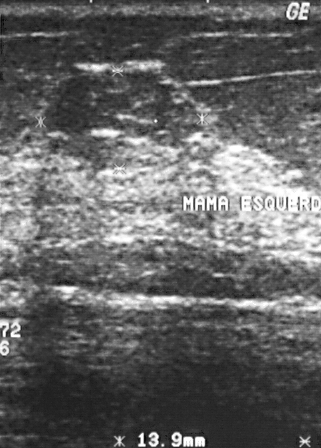
Imaging: B-mode breast ultrasound. Acquired on GE Logiq 5 @10-12MHz.
This B-mode breast ultrasound shows a finding with BI-RADS assessment: 3, biopsy or follow-up result: benign.